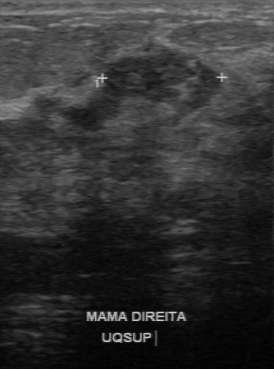
Modality: breast sonogram.
Finding: breast lesion, malignant on biopsy or follow-up.